Imaging: B-mode breast ultrasound. Acquired on GE Logiq 7 @10-14MHz.
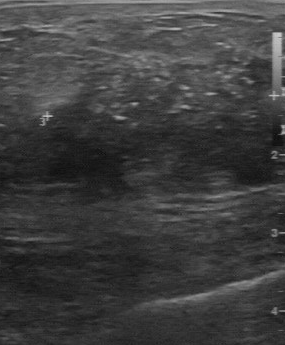
BI-RADS category: 4.
OUTCOME ON BIOPSY OR FOLLOW-UP: malignant.